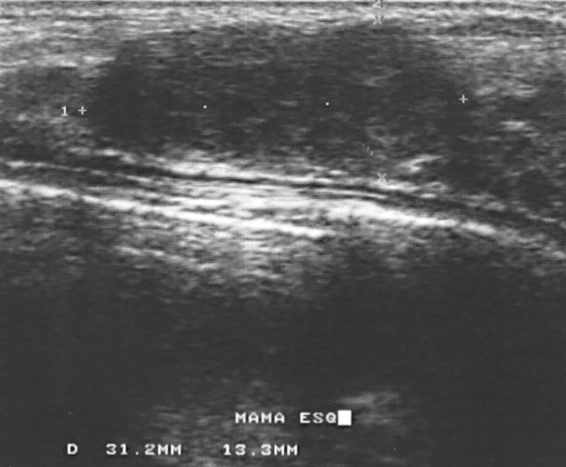
Imaging: breast sonogram.
Biopsy or follow-up result: benign. BI-RADS 2.